Modality: breast sonogram.
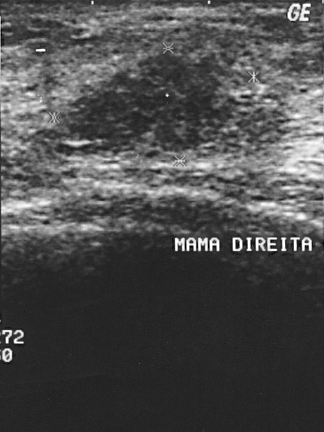
This breast sonogram shows a lesion. It was assessed as BI-RADS 4. Biopsy showed invasive ductal carcinoma, a malignant finding.